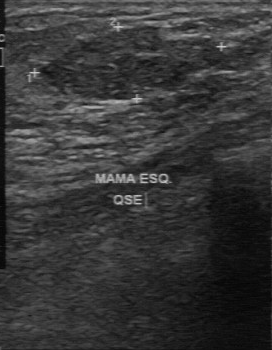
Modality: breast ultrasound image.
Outcome on biopsy or follow-up: benign.